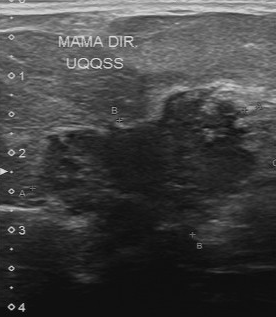
Modality: breast ultrasound scan.
Lesion characteristics:
- outcome on biopsy or follow-up: malignant
- pathology: invasive ductal carcinoma
- BI-RADS assessment: 5